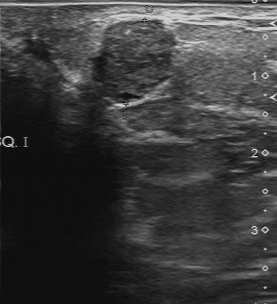
Scanner: Toshiba Aplio 300 @12-14 MHz. Imaging: B-mode breast ultrasound.
BI-RADS 3 in the original read; on a second read the margin is regular, the boundary fairly clear and the lesion slightly hypoechoic. Calcifications: suspected. Pathology confirmed benign fibroadenoma.